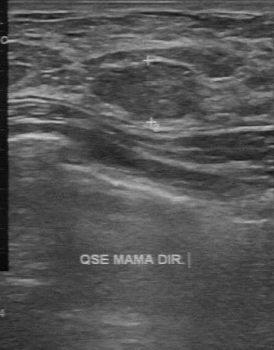
Scanner: GE Logiq 7 @10-14MHz. Breast ultrasound image.
The finding is benign on biopsy or follow-up. BI-RADS 2.